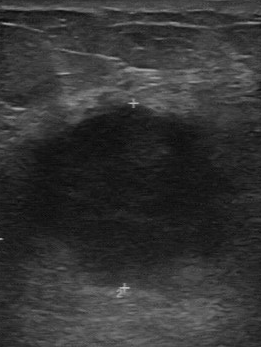
Breast ultrasound image.
The biopsy or follow-up result is malignant. BI-RADS assessment is 4.